Modality: breast ultrasound image.
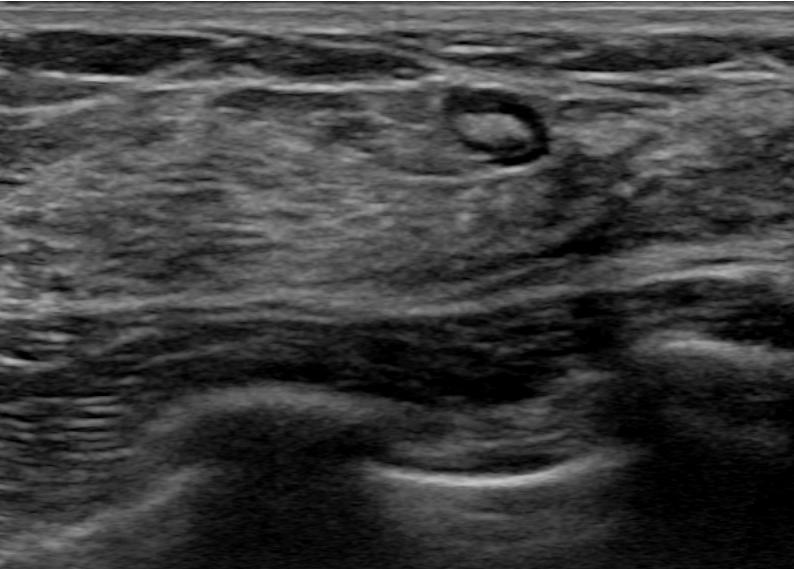
There is an oval mass that is heterogeneous, with circumscribed margins. There are no posterior features. Echogenic halo: absent. BI-RADS assessment: 2; biopsy or follow-up result: benign. Radiologist's impression: Intramammary lymph node.